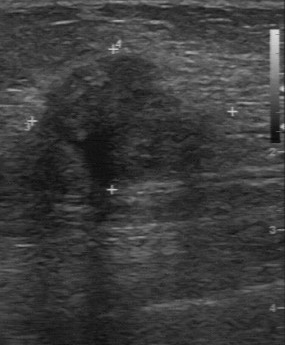
Scanner: GE Logiq 7 @10-14MHz. Breast sonogram.
Original-read BI-RADS category: 5.
A second, independent read describes the lesion as follows.
Calcification is suspected.
Internally the lesion is slightly hypoechoic.
Boundary: somewhat unclear.
Margin: partially regular.
Biopsy showed invasive ductal carcinoma, a malignant finding.